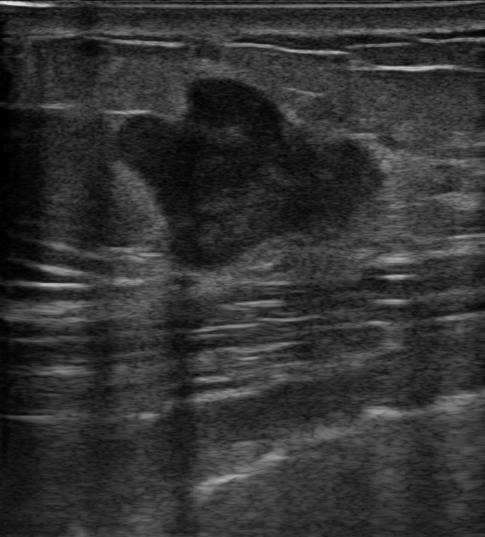
B-mode breast ultrasound.
The lesion is irregular and hypoechoic; its margin is not circumscribed (microlobulated). Posterior features: none. The lesion is categorized as BI-RADS 4C; on biopsy or follow-up it was malignant.